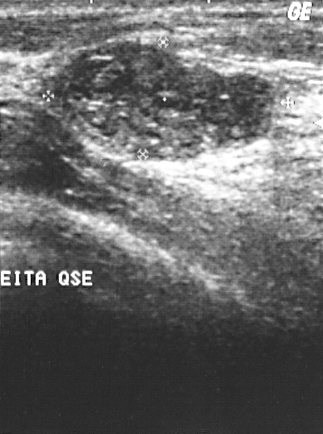
Imaging: B-mode breast ultrasound. Acquired on GE Logiq 5 @10-12MHz.
BI-RADS assessment: 2. Histopathology: fibroadenoma. Confirmed outcome (biopsy or follow-up): benign.
OUTCOME ON BIOPSY OR FOLLOW-UP: benign.